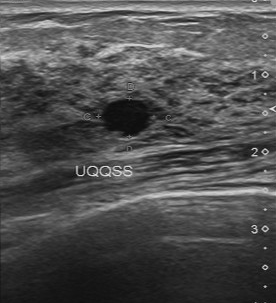
Modality: breast US.
BI-RADS 2 in the original read. A second reader, independent of the original assessment, describes a hypoechoic finding with a regular margin; the boundary is clear. Calcifications: none. Biopsy showed cyst, a benign finding.